Scanner: GE Logiq 5 @10-12MHz. Modality: breast US.
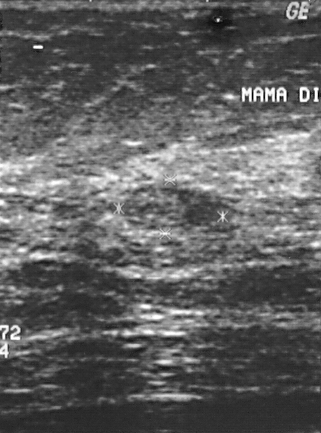
BI-RADS is 3.